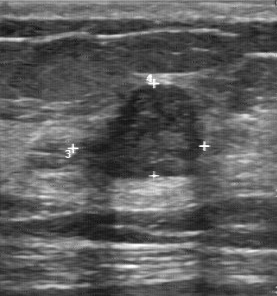
Imaging: breast sonogram.
BI-RADS 4 in the original read; on a second read the margin is partially regular, the boundary fairly clear and the mass slightly hypoechoic. Biopsy showed invasive ductal carcinoma, a malignant finding.